Imaging: B-mode breast ultrasound.
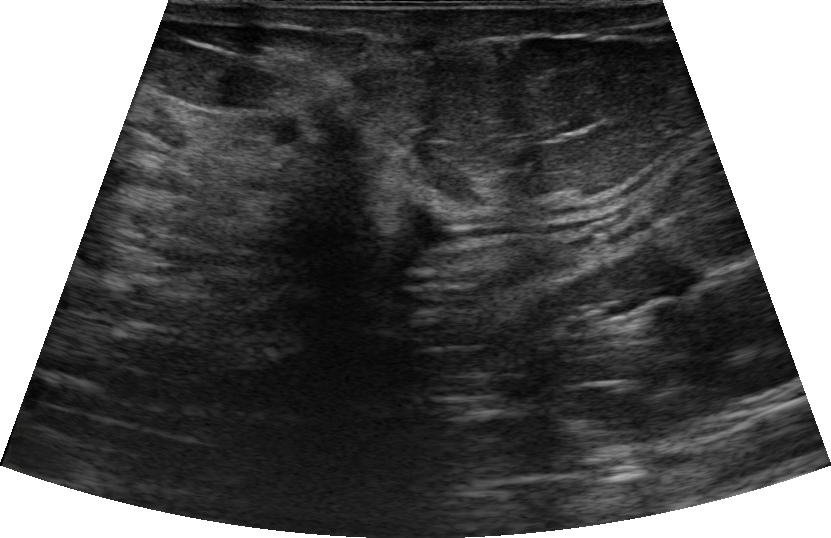
A breast lesion is seen with posterior features: shadowing, skin thickening: none, not circumscribed - indistinct borders, BI-RADS: 4C, pathology: Invasive carcinoma of no special type (NST), outcome on biopsy or follow-up: malignant, echogenic halo: none, hypoechoic echogenicity, irregular lesion shape, differential: Suspicion of malignancy, calcifications: absent.